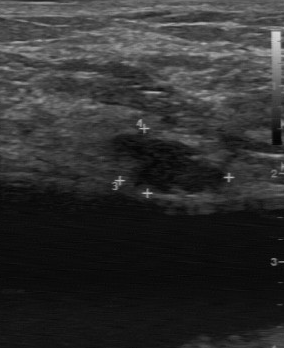
Breast US.
The breast lesion demonstrates calcifications: none, partially regular margin, biopsy or follow-up result: benign, histopathology: fibroadenoma, hypoechoic echo pattern, somewhat unclear boundary.